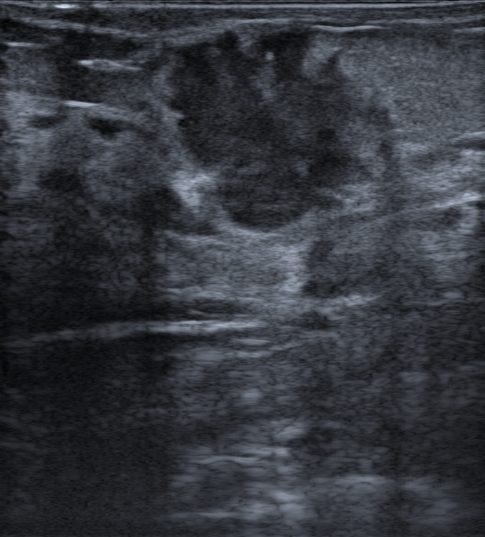
Background echotexture is heterogeneous: predominantly fibroglandular. Breast ultrasound.
Breast ultrasound findings:
- skin thickening: none
- radiologic interpretation: Suspicion of malignancy
- echotexture: hypoechoic
- posterior acoustic features: none
- echogenic halo: present
- BI-RADS: 4C
- lesion shape: irregular
- calcifications: none
- lesion margin: not circumscribed - spiculated and microlobulated and indistinct